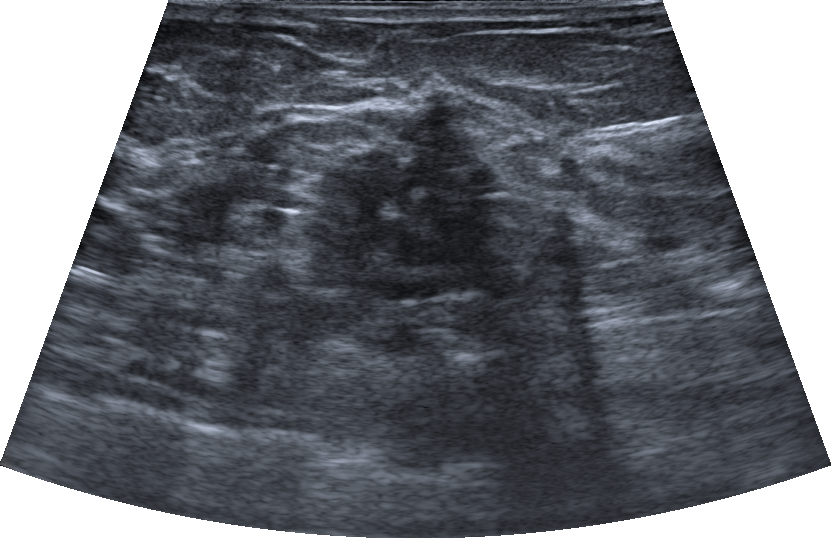
Imaging: breast ultrasound.
This breast ultrasound shows a mass, benign on biopsy or follow-up. (BI-RADS category 5.)